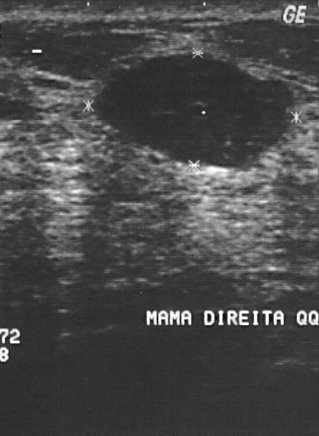
Scanner: GE Logiq 5 @10-12MHz. Imaging: breast ultrasound scan.
This breast ultrasound scan shows a breast lesion. Assessment: BI-RADS 2. Pathology confirmed benign fibroadenoma.